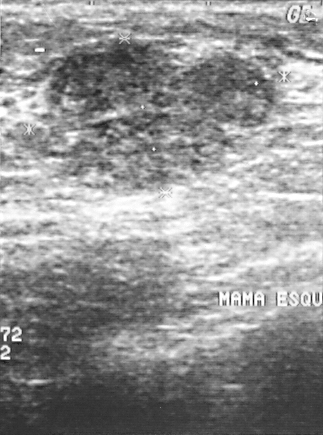
Modality: breast ultrasound scan.
The biopsy result was fibroadenoma; the breast lesion is benign.
BI-RADS category 2.